Imaging: B-mode breast ultrasound.
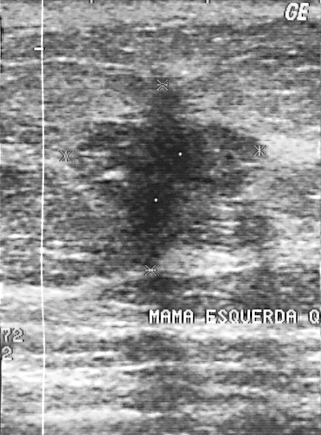
The lesion occupies approximately x1=66, y1=84, x2=265, y2=271. The lesion is malignant on biopsy or follow-up.